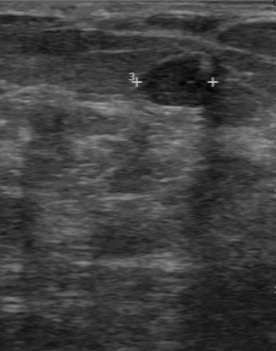
B-mode breast ultrasound.
BI-RADS 3 in the original read. The following findings are from a second reader, independent of the original assessment. The mass has a partially regular margin. Internally the mass is hypoechoic. There are no calcifications. Boundary: fairly clear. Biopsy showed fibroadenoma, a benign finding.